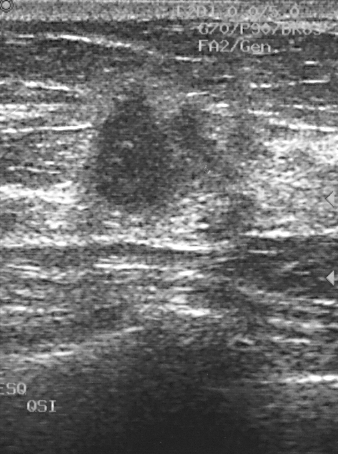
Breast ultrasound.
The BI-RADS assessment is 5. The confirmed outcome (biopsy or follow-up) is malignant.